B-mode breast ultrasound.
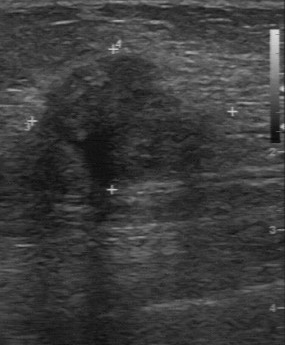
Coordinates are pixels in the 285x345 image. Lesion bounding box: [25, 53, 219, 200].